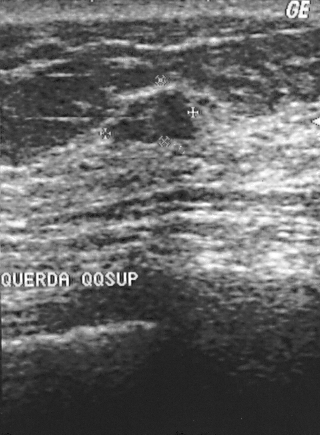
Scanner: GE Logiq 5 @10-12MHz. Imaging: B-mode breast ultrasound.
Biopsy or follow-up result: benign.